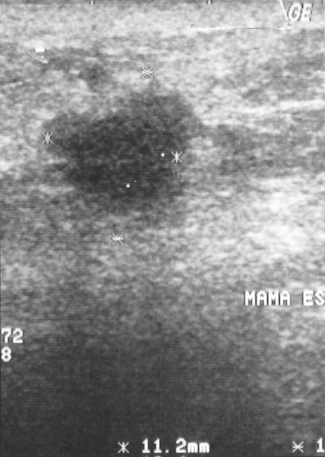
Acquired on GE Logiq 5 @10-12MHz. Imaging: B-mode breast ultrasound.
FINDINGS: B-mode breast ultrasound. BI-RADS: 4. Biopsy or follow-up result: malignant.
OUTCOME ON BIOPSY OR FOLLOW-UP: malignant.